Imaging: breast ultrasound image.
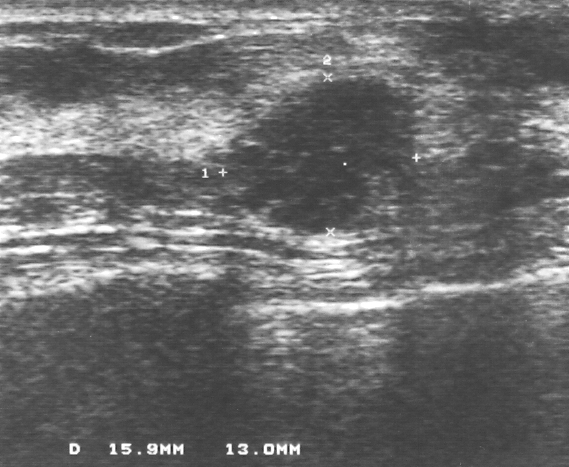
Coordinates are pixels in the 569x467 image. Segment the lesion: bounding box [224, 79, 417, 233].